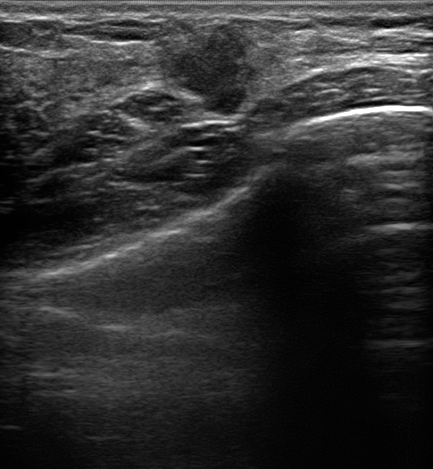
Modality: breast ultrasound scan.
Finding: breast lesion, malignant on biopsy or follow-up.